Breast US. Acquired on GE Logiq 5 @10-12MHz.
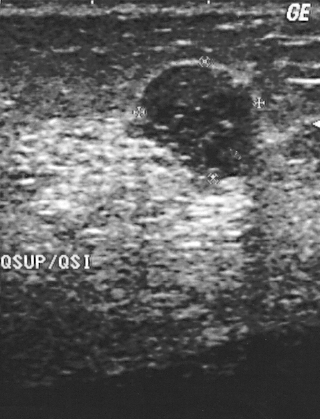
Finding: mass, benign on biopsy or follow-up.